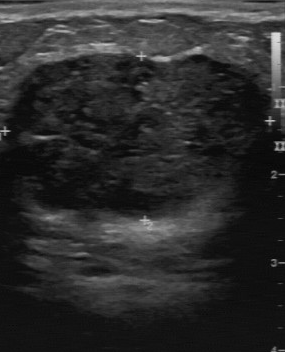
Imaging: breast ultrasound.
A breast lesion is seen with BI-RADS category: 3, outcome on biopsy or follow-up: benign, pathology: phyllodes tumor.